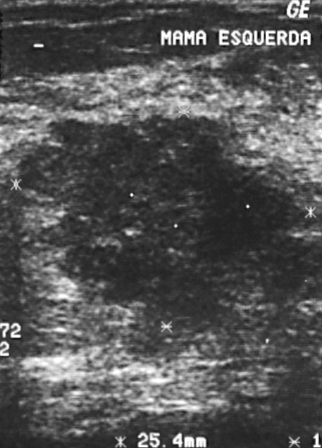
Breast ultrasound. Scanner: GE Logiq 5 @10-12MHz.
Finding: mass, malignant on biopsy or follow-up. BI-RADS 5.